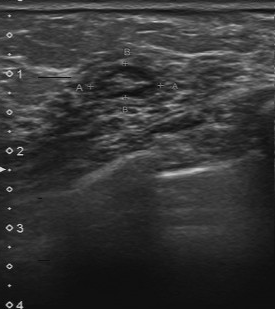
Imaging: breast ultrasound scan. Acquired on Toshiba Aplio 300 @12-14 MHz.
This breast ultrasound scan shows a lesion with regular contour, second-reader BI-RADS: 3, histopathology: fibrocystic changes, confirmed outcome (biopsy or follow-up): benign.